Imaging: breast ultrasound.
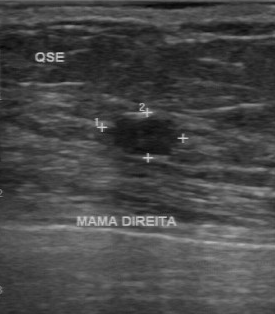
The original reader assigned BI-RADS 3. A second, independent read describes the finding as follows. There are no calcifications. Internally the finding is hypoechoic. The lesion boundary is clear. The margin is regular. The biopsy result was fibroadenoma; the finding is benign.